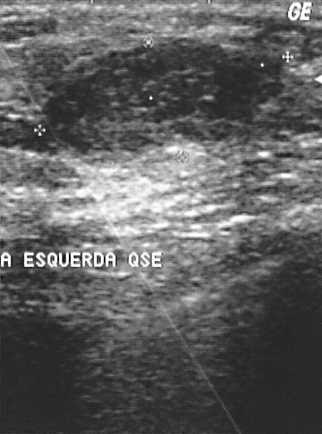
Modality: B-mode breast ultrasound.
Pixel coordinates (x1, y1, x2, y2): The breast lesion occupies approximately [45, 41, 241, 165]. BI-RADS 2.